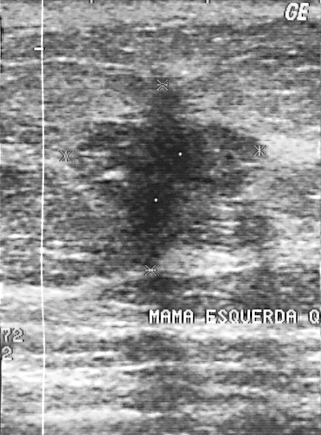
Breast ultrasound scan.
The finding is malignant on biopsy or follow-up.